Acquired on GE Logiq 7 @10-14MHz. Breast sonogram.
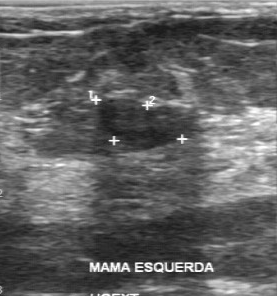
Lesion characteristics:
- original BI-RADS: 2
- BI-RADS (second read): 3
- contour: regular